Breast ultrasound scan.
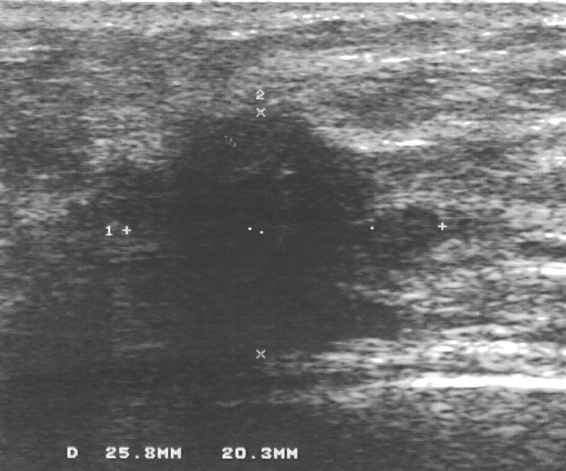
A breast lesion is seen. Assessment: BI-RADS 4. Histopathology: invasive lobular carcinoma (malignant).